Imaging: B-mode breast ultrasound.
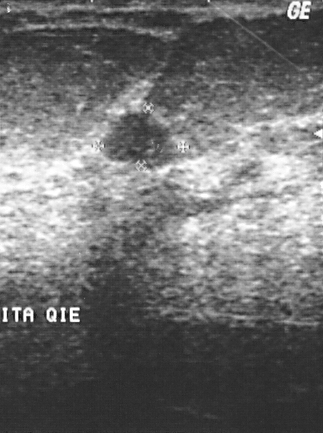
A finding is present on this B-mode breast ultrasound. Assessment: BI-RADS 2. Histopathology: fibroadenoma (benign).